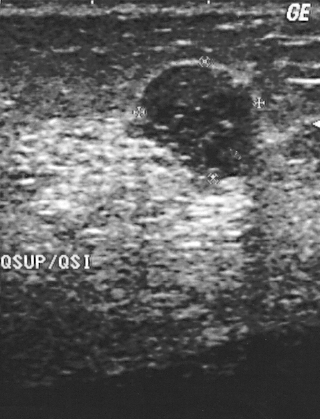
Breast ultrasound.
The breast lesion is assessed as BI-RADS 2. Biopsy or follow-up result: benign. The biopsy result was fibroadenoma.